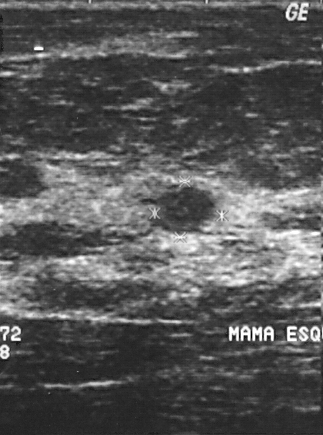
Modality: breast ultrasound image. Scanner: GE Logiq 5 @10-12MHz.
BI-RADS category: 2. Histopathology: sclerosing adenosis.
OUTCOME ON BIOPSY OR FOLLOW-UP: benign.